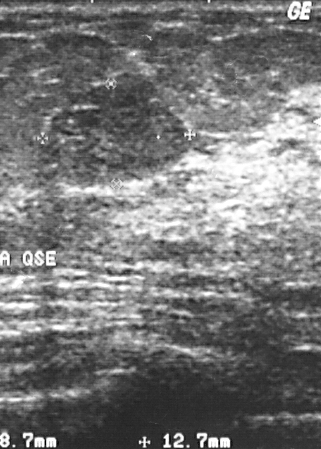
Imaging: breast US.
A mass is seen. Assessment: BI-RADS 2. The biopsy result was fibroadenoma; the mass is benign.